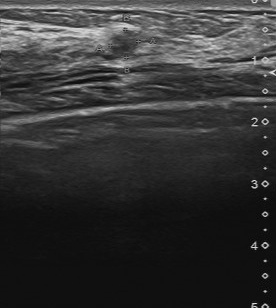
Imaging: breast ultrasound scan. Acquired on Toshiba Aplio 300 @12-14 MHz.
This breast ultrasound scan shows a mass with slightly hypoechoic echo pattern, fairly clear boundary, calcifications: absent, second-reader BI-RADS: 3, partially regular lesion margin.